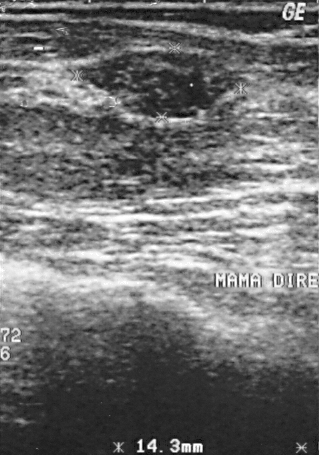
B-mode breast ultrasound.
Lesion characteristics:
- histopathology: fibroadenoma
- BI-RADS category: 2